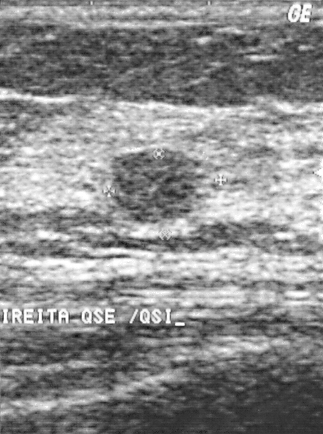
Modality: B-mode breast ultrasound.
Histopathology: cyst (benign).
The finding is benign on biopsy or follow-up.
The finding is assessed as BI-RADS 2.